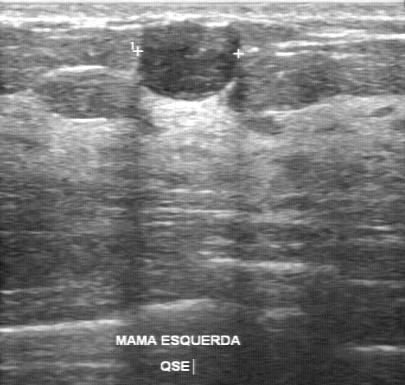
Scanner: GE Logiq 7 @10-14MHz. Breast sonogram.
The lesion demonstrates regular lesion margin, clear lesion boundary, calcifications: none, histopathology: fibroadenoma, hypoechoic internal echoes.